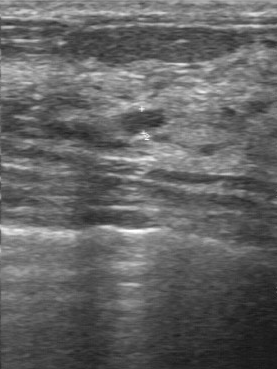
Breast sonogram.
(coordinates in a 277x369 pixel frame) Segment the mass: bounding box (120,109)-(170,134).